Modality: breast ultrasound image.
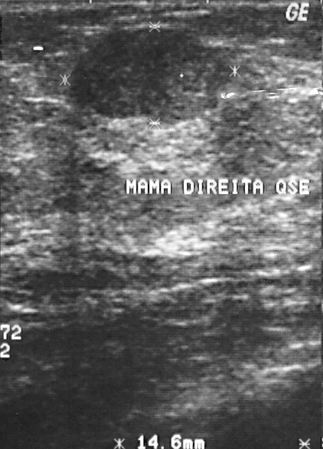
Biopsy or follow-up result: benign. BI-RADS 2.